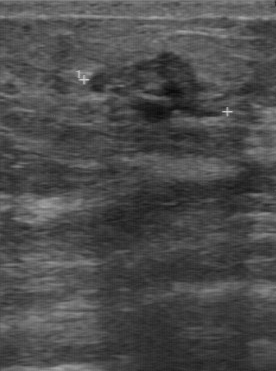
Acquired on GE Logiq 7 @10-14MHz. Breast US.
Finding: mass, malignant on biopsy or follow-up. BI-RADS 5.